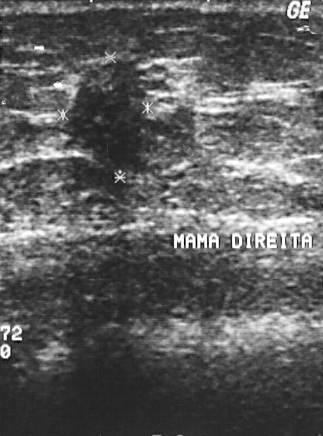
Breast US.
Outcome on biopsy or follow-up: malignant. BI-RADS: 4.
OUTCOME ON BIOPSY OR FOLLOW-UP: malignant.